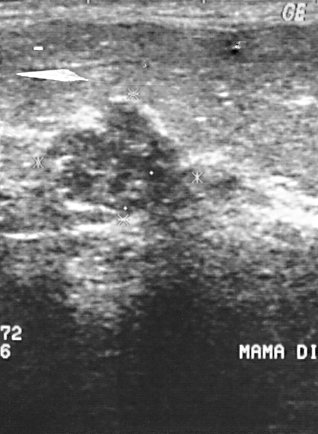
Modality: breast ultrasound scan.
(coordinates in a 318x434 pixel frame) The finding occupies approximately 45 99 196 214.